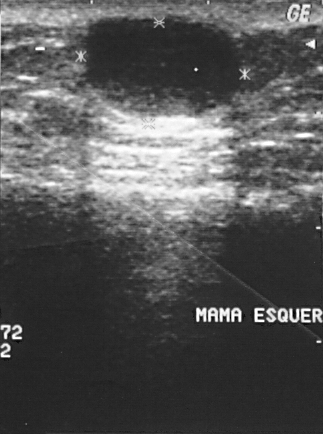
Modality: breast sonogram.
Histopathology: cyst. Outcome on biopsy or follow-up: benign. BI-RADS category 2.